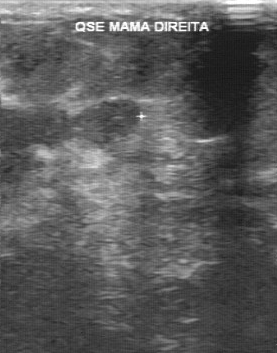
Modality: breast ultrasound image.
The confirmed outcome (biopsy or follow-up) is malignant. Second-reader BI-RADS: 4B.